Breast sonogram. Acquired on GE Logiq 7 @10-14MHz.
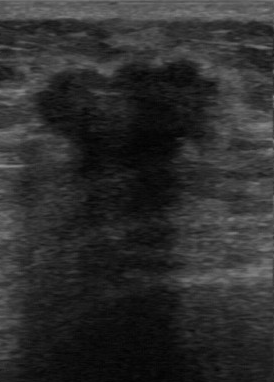
BI-RADS 4 in the original read. The following findings are from a second reader, independent of the original assessment. The lesion has an irregular margin. The lesion boundary is unclear. Echo pattern: hypoechoic. Calcifications: none. The biopsy result was invasive ductal carcinoma; the lesion is malignant.